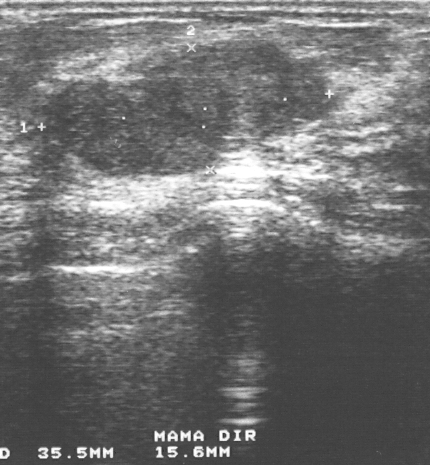
Breast US.
This breast US shows a breast lesion. BI-RADS category 3. Biopsy showed fibroadenoma, a benign finding.